Breast ultrasound.
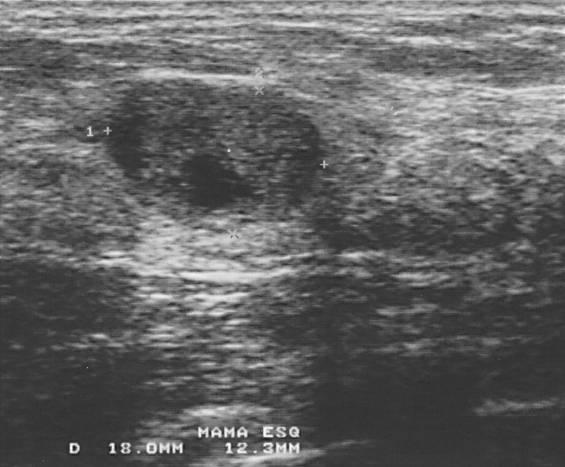
Mass bounding box: (106, 79) to (320, 231).